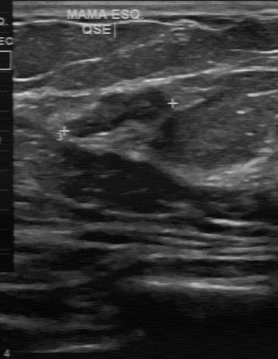
Modality: breast ultrasound image.
FINDINGS: Lesion margin: partially regular. Independent BI-RADS assessment: 3. Confirmed outcome (biopsy or follow-up): benign. Echogenicity: hypoechoic. Lesion boundary: fairly clear. Calcifications: none.
OUTCOME ON BIOPSY OR FOLLOW-UP: benign.